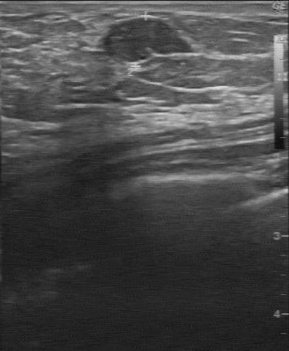
Breast ultrasound.
The original reader assigned BI-RADS 3. The following findings are from a second reader, independent of the original assessment. Echo pattern: slightly hypoechoic. The margin is regular. There are no calcifications. The lesion boundary is clear. Histopathology: sclerosing adenosis (benign).